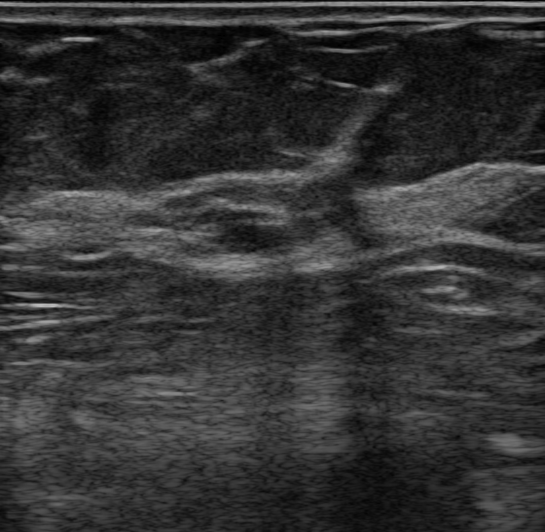
Age 65. Modality: B-mode breast ultrasound.
An oval, hypoechoic finding with circumscribed margins is seen. No posterior acoustic features are seen. Skin thickening: none. No calcifications are seen. BI-RADS assessment: 4A; biopsy or follow-up result: benign. Biopsy confirmed benign mammary dysplasia.